Breast ultrasound image.
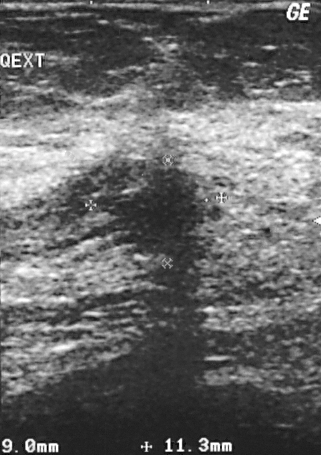
Coordinates are pixels in the 321x455 image. Breast lesion bounding box: [97, 168, 219, 257].